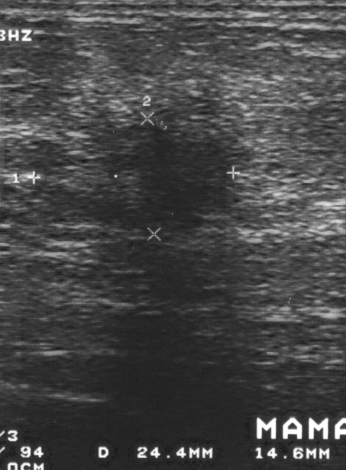
Imaging: B-mode breast ultrasound.
This B-mode breast ultrasound shows a breast lesion. Assessment: BI-RADS 4. Pathology confirmed malignant invasive ductal carcinoma.